Imaging: breast ultrasound.
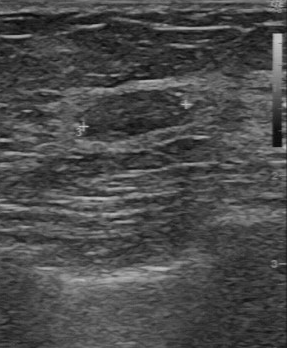
Lesion region of interest: 85 90 189 141. The lesion is benign on biopsy or follow-up.